Modality: breast ultrasound scan. Scanner: GE Logiq 7 @10-14MHz.
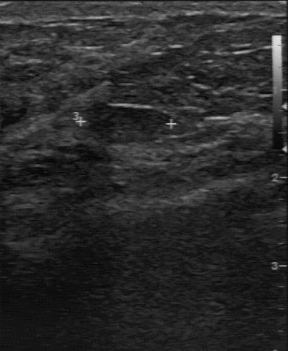
(coordinates in a 288x351 pixel frame) The mass occupies approximately (84,103)-(168,143). The mass is benign on biopsy or follow-up.